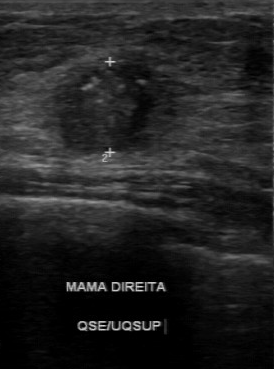
Modality: breast ultrasound scan.
The mass was categorized BI-RADS 4 in the original read. A second reader, independent of the original assessment, describes a hypoechoic mass with an irregular margin; the boundary is unclear. Calcifications: microcalcifications. The biopsy result was invasive ductal carcinoma; the mass is malignant.